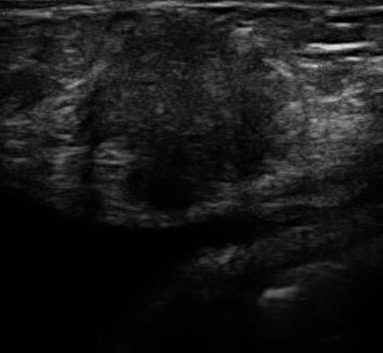
B-mode breast ultrasound. Acquired on U-Systems @10-14MHz.
(coordinates in a 383x353 pixel frame) Lesion region of interest: (71,17)-(280,217). BI-RADS 5.